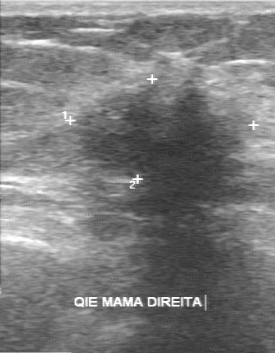
Modality: breast ultrasound image.
Original-read BI-RADS category: 4. On a second, independent read, a lesion with an irregular margin and an unclear boundary is seen; it is hypoechoic. Calcifications: none. Biopsy showed invasive lobular carcinoma, a malignant finding.